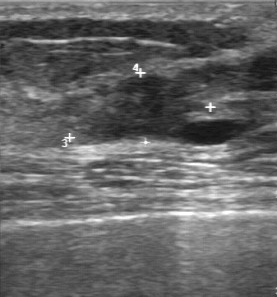
Modality: breast ultrasound. Scanner: GE Logiq 7 @10-14MHz.
- echo pattern: slightly hypoechoic
- calcifications: none
- boundary: unclear
- lesion margin: irregular